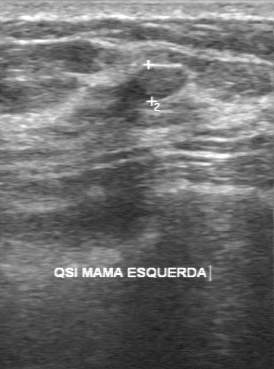
Scanner: GE Logiq 7 @10-14MHz. Modality: breast ultrasound scan.
The finding demonstrates clear boundary, calcifications: absent, regular lesion margin, confirmed outcome (biopsy or follow-up): benign, slightly hypoechoic echo pattern.